Modality: breast ultrasound scan.
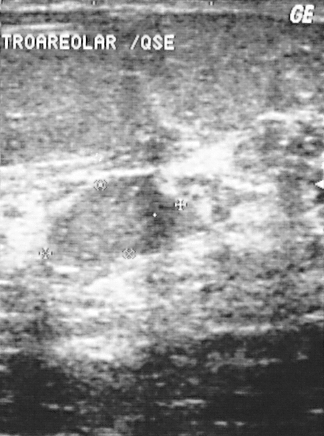
Outcome on biopsy or follow-up: malignant. BI-RADS category 2. Biopsy showed invasive ductal carcinoma.